Scanner: GE Logiq 7 @10-14MHz. Imaging: breast ultrasound scan.
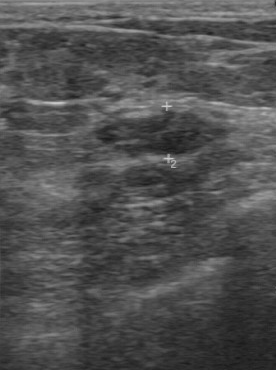
Pixel coordinates (x1, y1, x2, y2): Segment the lesion: bounding box (97, 110) to (221, 158). The lesion is benign on biopsy or follow-up.